Modality: breast ultrasound image. Acquired on GE Logiq 7 @10-14MHz.
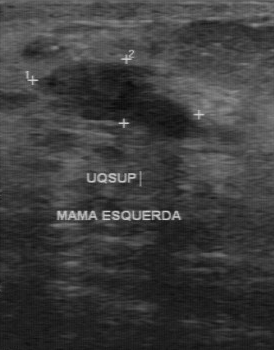
The mass was assessed as BI-RADS 4 by the original reader.
A second, independent read describes the mass as follows.
The lesion boundary is fairly clear.
The margin is partially regular.
Echo pattern: hypoechoic.
Calcifications: none.
The biopsy result was fibroadenoma; the mass is benign.